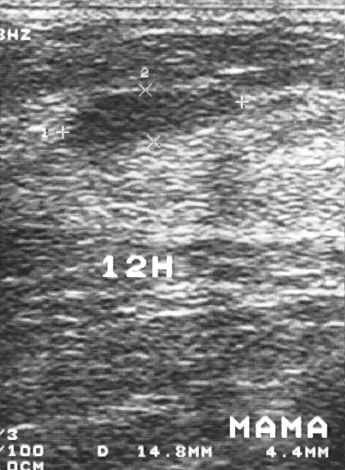
Imaging: breast sonogram. Scanner: GE Logiq 5 @10-12MHz.
BI-RADS is 3. Histopathology: fibroadenoma.